Acquired on GE Logiq 5 @10-12MHz. Breast ultrasound scan.
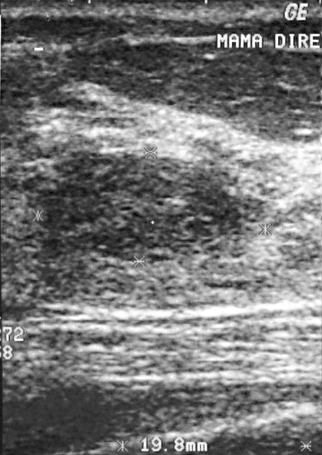
Assigned BI-RADS 2. Biopsy or follow-up result: benign. The biopsy result was fibroadenoma.